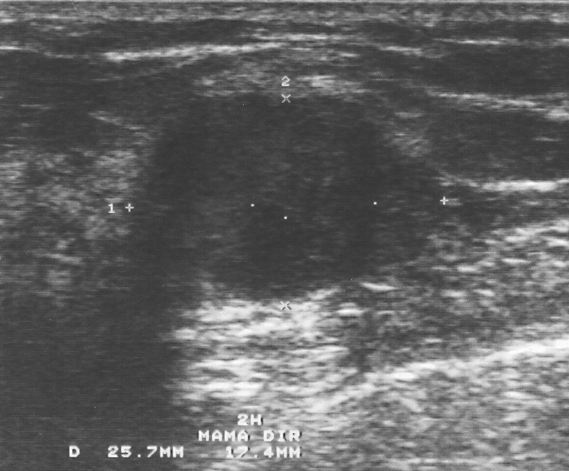
Imaging: B-mode breast ultrasound.
FINDINGS: Confirmed outcome (biopsy or follow-up): benign. BI-RADS: 3.
OUTCOME ON BIOPSY OR FOLLOW-UP: benign.